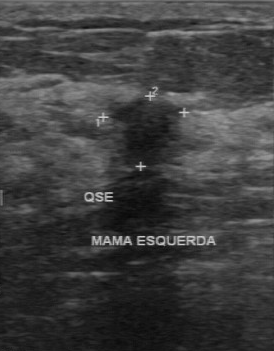
Breast ultrasound image.
BI-RADS 4 in the original read. Descriptors from an independent second read (not the reader who assigned the category): The margin is irregular. The lesion boundary is unclear. The mass is hypoechoic. No calcifications are seen. Biopsy showed lobular carcinoma in situ, a malignant finding.